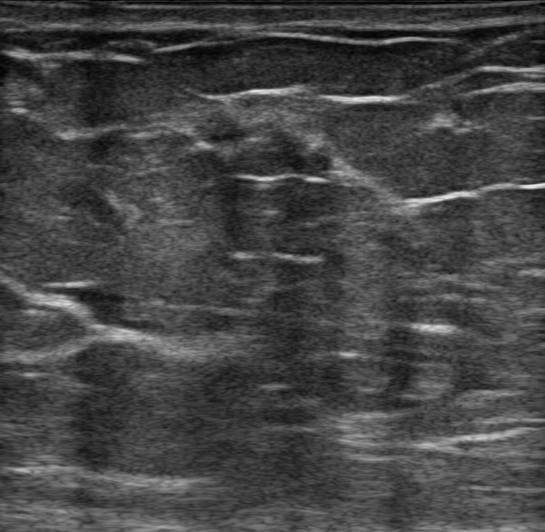
Breast ultrasound.
This breast ultrasound shows a mass, benign on biopsy or follow-up. (BI-RADS category 4A.)